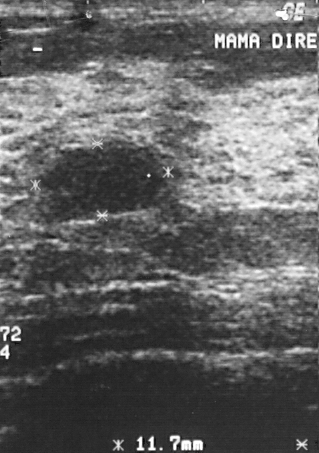
Breast ultrasound scan.
A breast lesion is seen. BI-RADS category 2. The biopsy result was fibroadenoma; the breast lesion is benign.